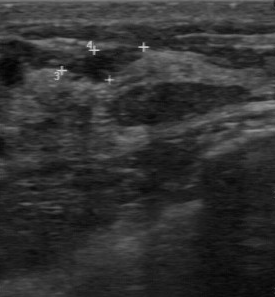
Imaging: breast US. Acquired on GE Logiq 7 @10-14MHz.
BI-RADS assessment is 4. The pathology is fibrocystic changes.